Modality: breast ultrasound scan.
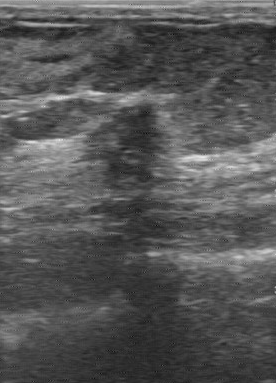
Original-read BI-RADS category: 5. A second reader, independent of the original assessment, describes a hypoechoic mass with an irregular margin; the boundary is unclear. Calcifications: none. Pathology confirmed malignant invasive ductal carcinoma.